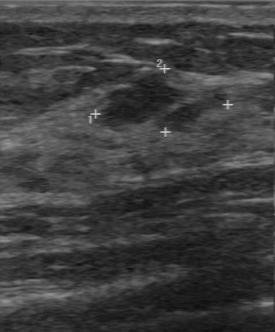
Imaging: breast ultrasound.
Boundary: somewhat unclear. Pathology: fibroadenoma. BI-RADS on independent re-read: 3. Biopsy or follow-up result: benign.
OUTCOME ON BIOPSY OR FOLLOW-UP: benign.